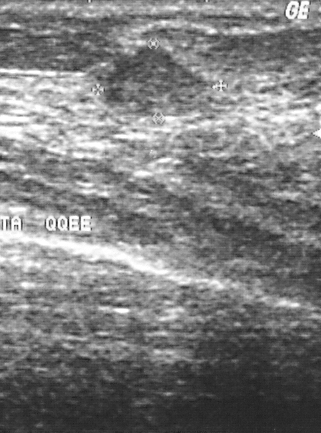
B-mode breast ultrasound.
This B-mode breast ultrasound shows a breast lesion, benign on biopsy or follow-up. (BI-RADS category 3.)